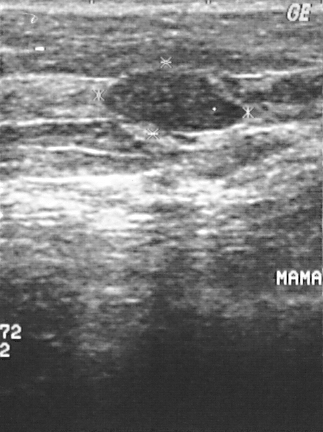
Acquired on GE Logiq 5 @10-12MHz. Modality: breast ultrasound.
Mass bounding box: top-left (103, 69), bottom-right (246, 131). BI-RADS 2.